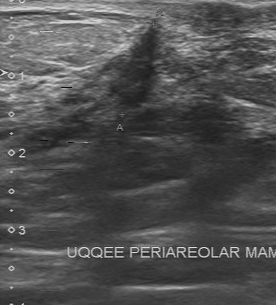
Modality: B-mode breast ultrasound.
BI-RADS 4 in the original read; on a second read the margin is irregular, the boundary unclear and the finding hypoechoic. Biopsy showed invasive lobular carcinoma, a malignant finding.